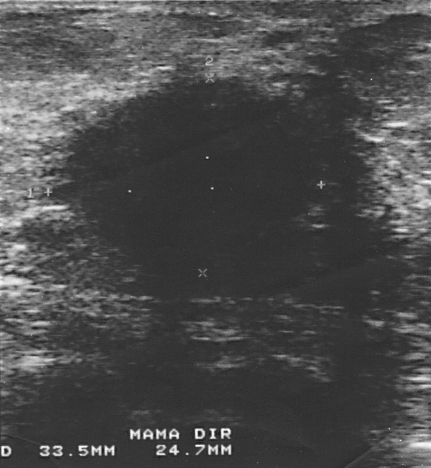
Imaging: breast ultrasound image.
Finding: lesion, malignant on biopsy or follow-up.